Modality: B-mode breast ultrasound.
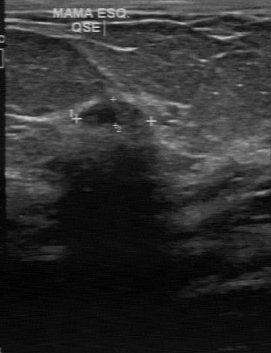
B-mode breast ultrasound findings:
- BI-RADS: 2
- outcome on biopsy or follow-up: benign